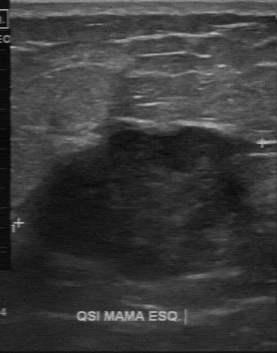
B-mode breast ultrasound.
Independent BI-RADS assessment: 4A. Echo pattern is hypoechoic. Original BI-RADS: 4.